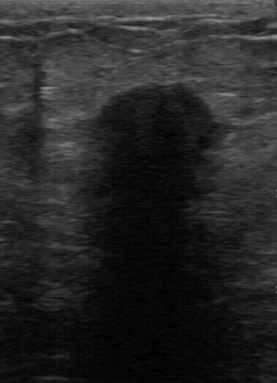
Scanner: GE Logiq 7 @10-14MHz. Modality: breast ultrasound scan.
BI-RADS category is 4. The biopsy or follow-up result is malignant.